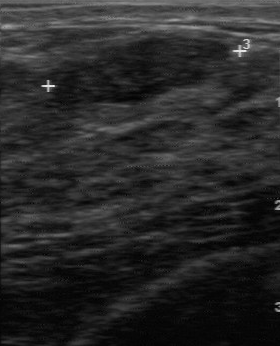
Scanner: GE Logiq 7 @10-14MHz. Modality: breast sonogram.
Lesion region of interest: (39,39)-(232,106). The finding is benign on biopsy or follow-up.